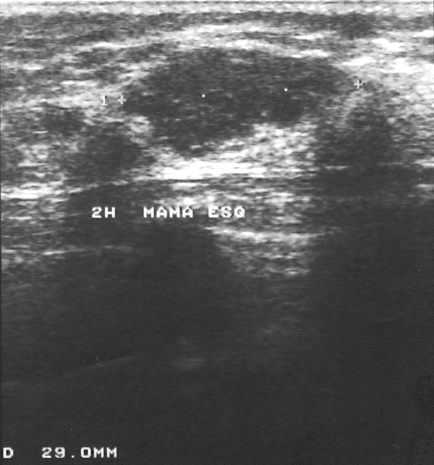
Scanner: GE Logiq 5 @10-12MHz. Breast sonogram.
(coordinates in a 434x465 pixel frame) Segment the mass: bounding box (123, 46) to (354, 159).